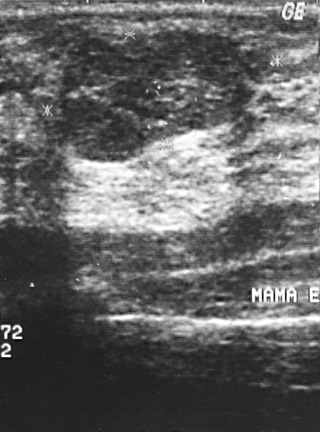
Acquired on GE Logiq 5 @10-12MHz. B-mode breast ultrasound.
A mass is present on this B-mode breast ultrasound. It was assessed as BI-RADS 2. Histopathology: fibroadenoma (benign).